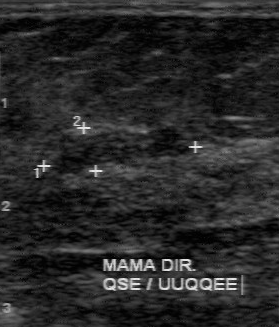
Breast ultrasound scan. Acquired on GE Logiq 7 @10-14MHz.
- BI-RADS category: 4
- biopsy or follow-up result: benign